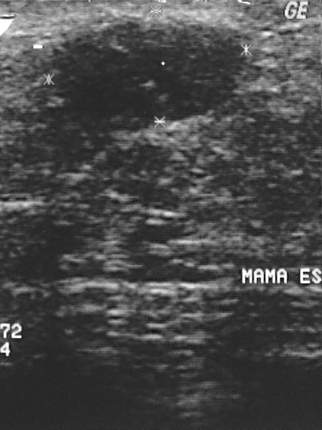
Modality: breast ultrasound image.
This breast ultrasound image shows a mass. It was assessed as BI-RADS 2. Pathology confirmed benign fibroadenoma.